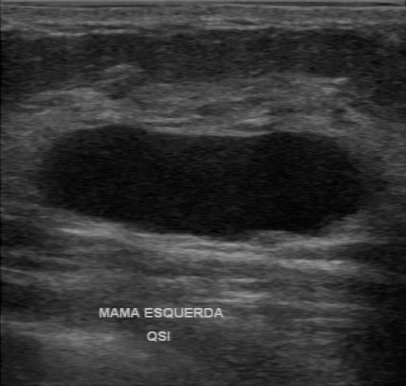
Scanner: GE Logiq 7 @10-14MHz. Breast US.
(coordinates in a 406x386 pixel frame) Segment the mass: bounding box [39, 126, 365, 238]. The mass is benign on biopsy or follow-up.